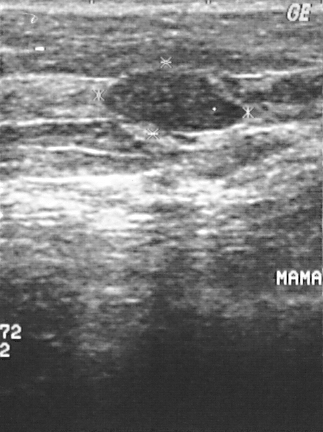
B-mode breast ultrasound.
BI-RADS: 2. Outcome on biopsy or follow-up: benign.
OUTCOME ON BIOPSY OR FOLLOW-UP: benign.